Imaging: breast ultrasound.
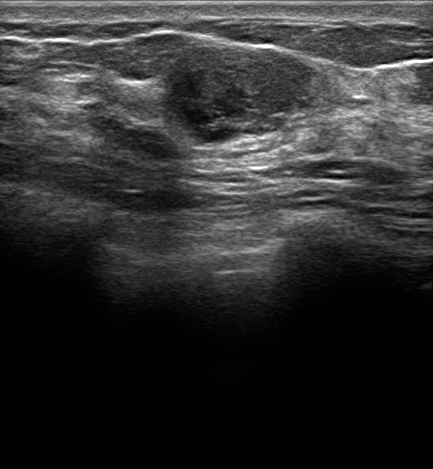
Coordinates are pixels in the 433x469 image. The finding is located within the bounding box [169, 39, 309, 143].